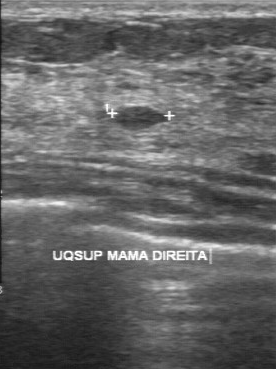
Scanner: GE Logiq 7 @10-14MHz. Breast US.
Pixel coordinates (x1, y1, x2, y2): The lesion occupies approximately top-left (111, 106), bottom-right (170, 132). The lesion is malignant on biopsy or follow-up. BI-RADS 3.